Imaging: B-mode breast ultrasound.
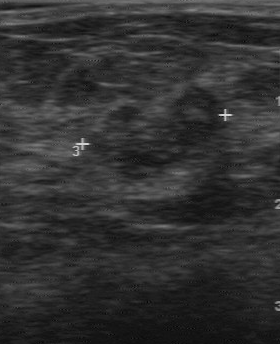
- margin: partially regular
- calcifications: suspected
- outcome on biopsy or follow-up: malignant
- original BI-RADS: 4
- BI-RADS on independent re-read: 4A